Breast ultrasound scan.
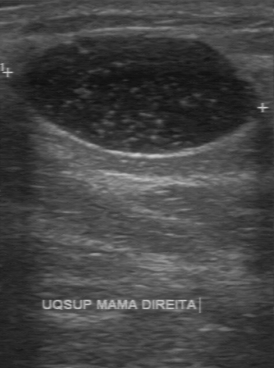
Biopsy or follow-up result: benign. BI-RADS 2.